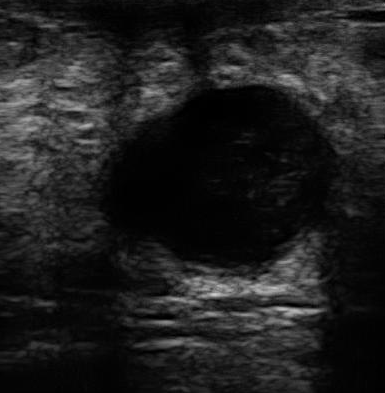
Breast sonogram.
The BI-RADS assessment is 2. Outcome on biopsy or follow-up is benign.